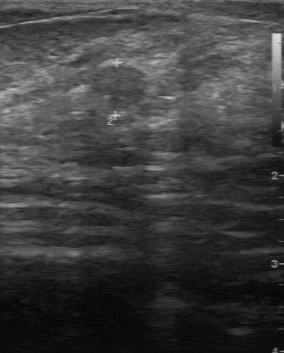
Imaging: breast ultrasound scan.
The mass was assessed as BI-RADS 3 by the original reader.
The following findings are from a second reader, independent of the original assessment.
Margin: partially regular.
Boundary: fairly clear.
Echo pattern: slightly hypoechoic.
Calcifications: none.
Histopathology: cyst (benign).